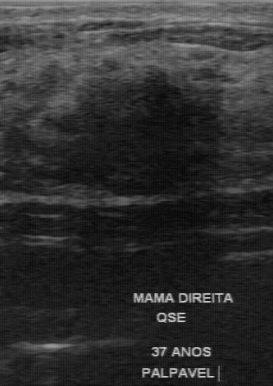
Breast ultrasound.
(coordinates in a 273x386 pixel frame) The breast lesion occupies approximately x1=47, y1=70, x2=222, y2=196.